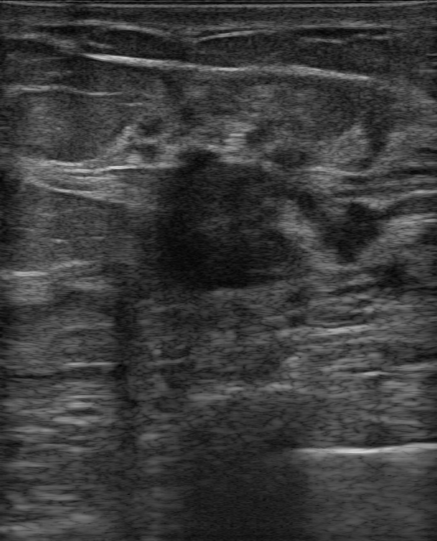
Modality: breast ultrasound image. Patient age: 47. Background tissue composition: heterogeneous: predominantly fibroglandular.
Outcome on biopsy or follow-up: malignant.